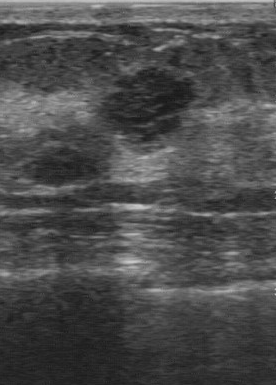
Modality: breast ultrasound.
A mass is seen with somewhat unclear boundary, partially regular lesion margin, hypoechoic echo pattern, calcifications: absent.